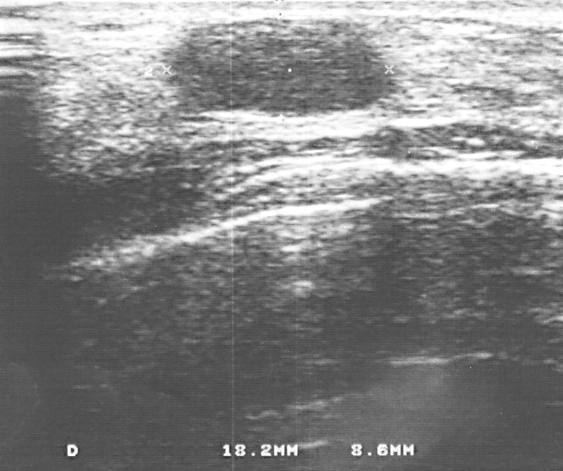
Acquired on GE Logiq 5 @10-12MHz. Modality: breast sonogram.
- outcome on biopsy or follow-up: benign
- BI-RADS assessment: 2